Imaging: B-mode breast ultrasound. Age 25.
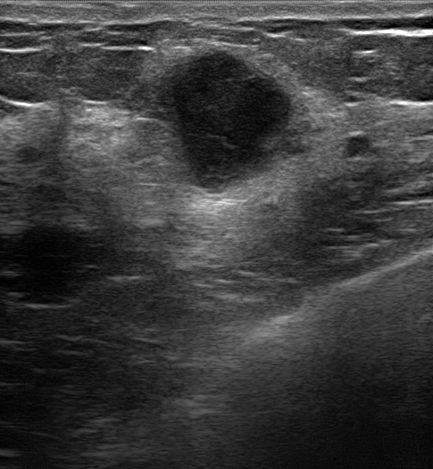
Findings: an irregular mass of hypoechoic echotexture with indistinct margins. Posterior features: enhancement. There is an echogenic halo. BI-RADS 4B; outcome on biopsy or follow-up: malignant. Differential on reading: Suspicion of malignancy; Fibroadenoma; Intraductal papilloma.